Breast US. Acquired on GE Logiq 5 @10-12MHz.
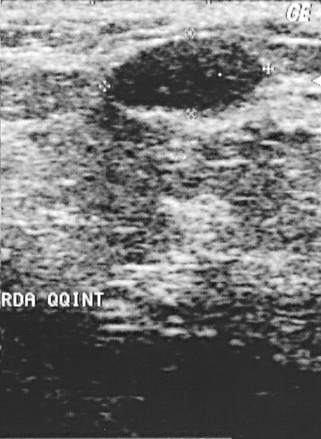
A finding is present on this breast US. It was assessed as BI-RADS 2. Pathology confirmed benign fibroadenoma.